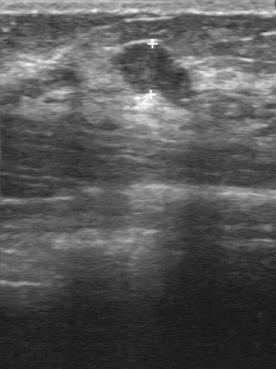
Imaging: B-mode breast ultrasound.
BI-RADS assessment: 3.
OUTCOME ON BIOPSY OR FOLLOW-UP: benign.